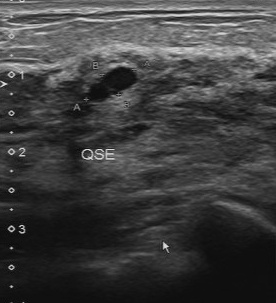
Scanner: Toshiba Aplio 300 @12-14 MHz. Modality: B-mode breast ultrasound.
(coordinates in a 276x303 pixel frame) The lesion is located within the bounding box top-left (88, 66), bottom-right (136, 101). The lesion is benign on biopsy or follow-up.